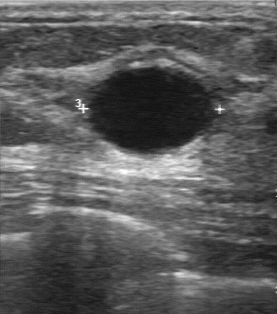
Imaging: breast ultrasound image.
Original BI-RADS: 2. Outcome on biopsy or follow-up is benign. BI-RADS (second read) is 3.